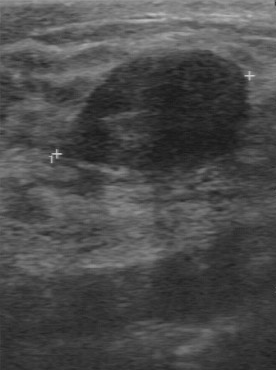
B-mode breast ultrasound.
(coordinates in a 276x370 pixel frame) Segment the finding: bounding box x1=55, y1=51, x2=250, y2=175. BI-RADS 3.